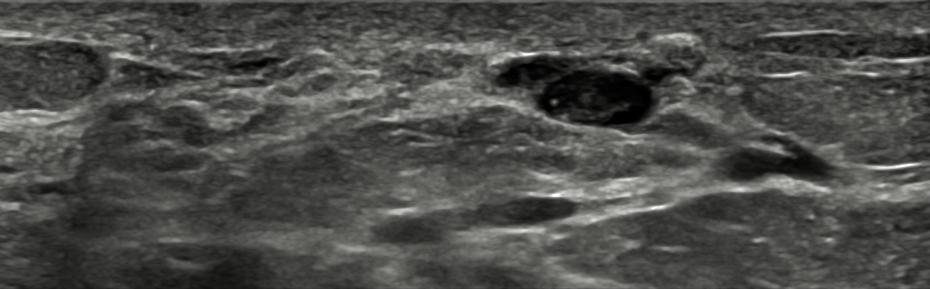
Modality: breast ultrasound scan.
FINDINGS: Confirmed outcome (biopsy or follow-up): benign. Calcifications: none. Skin thickening: absent. Verification: confirmed by follow-up care. Posterior acoustic features: none. Echogenicity: complex cystic/solid. Lesion shape: oval. BI-RADS: 3. Differential: Duct filled with thick fluid; Mammary duct ectasia.
OUTCOME ON BIOPSY OR FOLLOW-UP: benign.